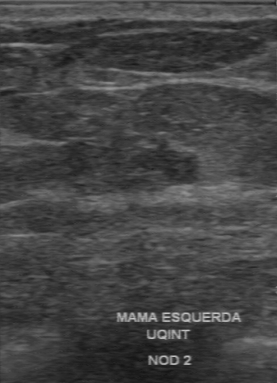
Modality: B-mode breast ultrasound. Scanner: GE Logiq 7 @10-14MHz.
FINDINGS: B-mode breast ultrasound. Biopsy result: invasive ductal carcinoma. BI-RADS category: 3.
OUTCOME ON BIOPSY OR FOLLOW-UP: malignant.